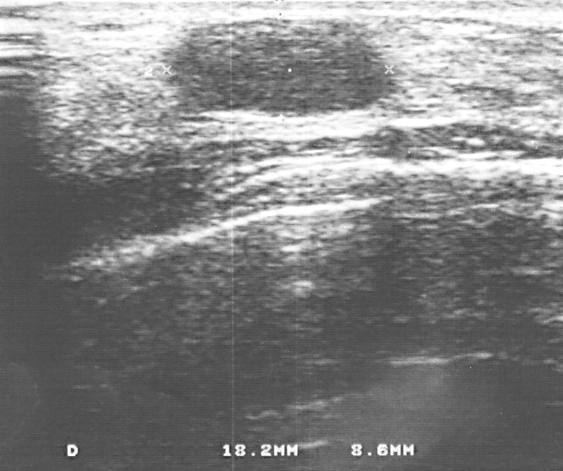
Scanner: GE Logiq 5 @10-12MHz. Breast ultrasound scan.
Outcome on biopsy or follow-up: benign. BI-RADS 2.